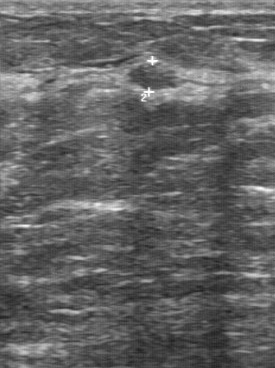
Breast ultrasound.
Outcome on biopsy or follow-up: benign. Pathology: fibroadenoma. Echo pattern: slightly hypoechoic. Original BI-RADS: 4. Contour: regular. Lesion boundary: clear. Independent BI-RADS assessment: 2.